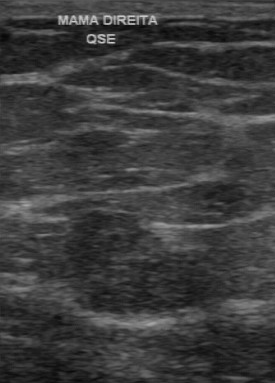
Modality: breast US.
Calcifications are absent. Margin is regular. The lesion boundary is clear. Echo pattern is hypoechoic.